Imaging: breast ultrasound. Scanner: GE Logiq 7 @10-14MHz.
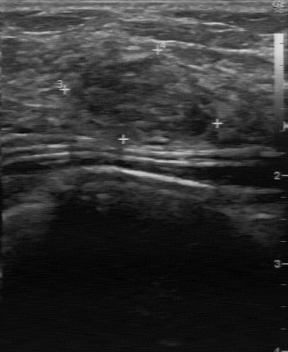
FINDINGS: Confirmed outcome (biopsy or follow-up): benign. BI-RADS assessment: 3.
OUTCOME ON BIOPSY OR FOLLOW-UP: benign.